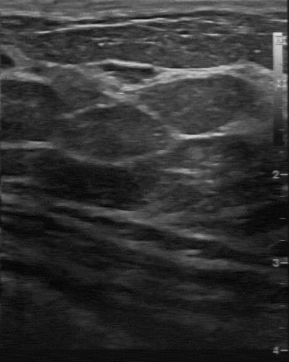
Breast US.
This breast US shows a finding with hypoechoic internal echoes, clear boundary, calcifications: none, regular margin.